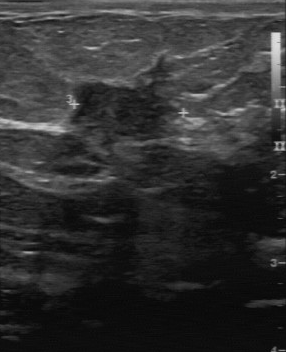
Breast ultrasound.
Pathology: invasive ductal carcinoma. BI-RADS category: 5.
OUTCOME ON BIOPSY OR FOLLOW-UP: malignant.